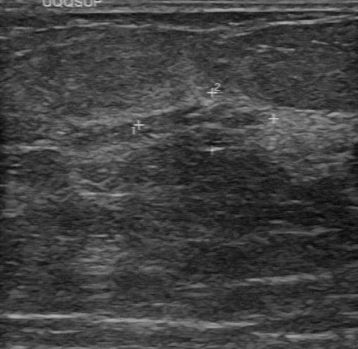
Modality: B-mode breast ultrasound.
B-mode breast ultrasound findings:
- BI-RADS (first reader): 4
- calcifications: none
- independent BI-RADS assessment: 3